B-mode breast ultrasound.
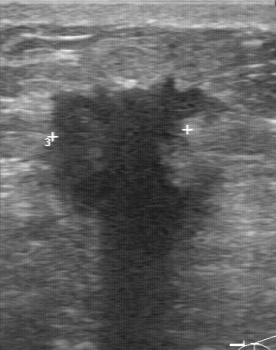
Original-read BI-RADS category: 5. The following findings are from a second reader, independent of the original assessment. No calcifications are seen. Margin: irregular. Internally the finding is hypoechoic. Its boundary is unclear. Histopathology: invasive ductal carcinoma (malignant).